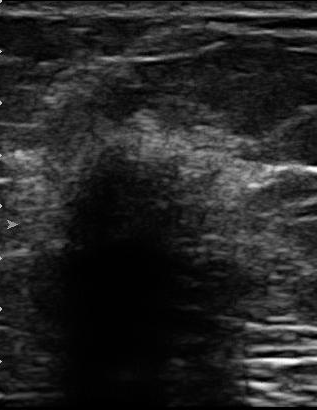
Modality: breast ultrasound scan.
A breast lesion is seen with BI-RADS: 5, outcome on biopsy or follow-up: malignant.